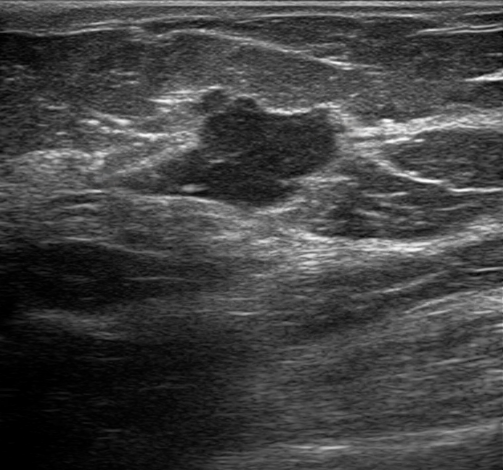
Imaging: breast ultrasound image. Age 59.
Lesion characteristics:
- outcome on biopsy or follow-up: malignant
- histopathology: Ductal carcinoma in situ (DCIS)
- margin: not circumscribed - angular and microlobulated and indistinct
- BI-RADS assessment: 4B
- posterior acoustic features: enhancement
- radiologist impression: Suspicion of malignancy; Dysplasia; Fibroadenoma; Intraductal papilloma
- skin thickening: none
- lesion shape: irregular
- echogenic halo: absent